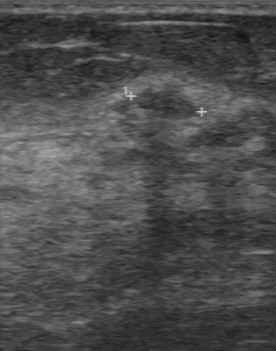
Imaging: B-mode breast ultrasound.
A finding is seen with slightly hypoechoic echo pattern, second-reader BI-RADS: 4A, partially regular lesion margin, confirmed outcome (biopsy or follow-up): benign, calcifications: none.